Imaging: breast ultrasound scan. Acquired on GE Logiq 5 @10-12MHz.
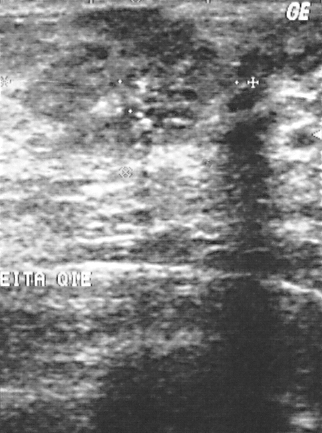
Outcome on biopsy or follow-up: malignant. (BI-RADS category 4.)